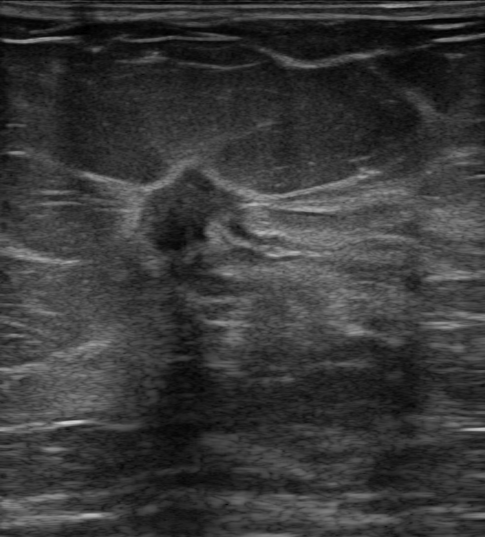
Modality: B-mode breast ultrasound. Patient age: 55.
The mass demonstrates verification: confirmed by biopsy, calcifications: none, echogenic halo: present, confirmed outcome (biopsy or follow-up): malignant, BI-RADS category: 5, irregular lesion shape, hypoechoic echo pattern, skin thickening: none, not circumscribed - spiculated borders, posterior acoustic features: none.